Modality: breast US.
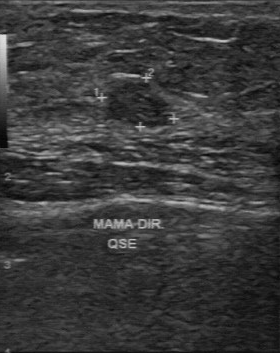
Lesion characteristics:
- BI-RADS assessment: 3
- confirmed outcome (biopsy or follow-up): malignant